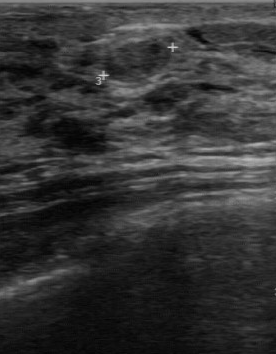
Breast ultrasound scan.
Pixel coordinates (x1, y1, x2, y2): The mass is located within the bounding box 104 39 172 83. BI-RADS 2.